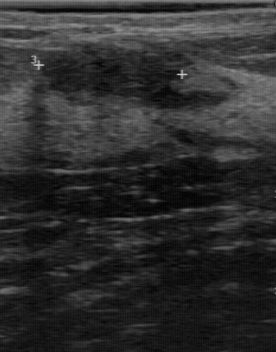
Breast US.
Pixel coordinates (x1, y1, x2, y2): The mass is located within the bounding box (43, 42) to (178, 101).